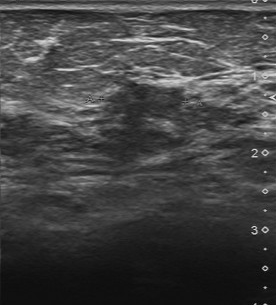
Breast US.
FINDINGS: Breast US. Original BI-RADS: 4. Contour: partially regular. BI-RADS on independent re-read: 4A. Internal echoes: slightly hypoechoic. Calcifications: none. Boundary: somewhat unclear.
OUTCOME ON BIOPSY OR FOLLOW-UP: benign.